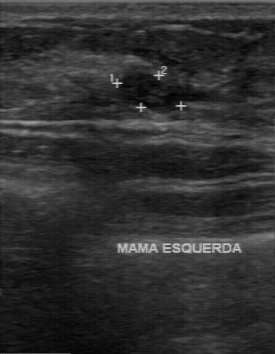
Scanner: GE Logiq 7 @10-14MHz. Breast ultrasound scan.
The finding was assessed as BI-RADS 4 by the original reader. Findings on the second read (an independent reader): a hypoechoic finding, margin regular, boundary clear. Pathology confirmed benign sclerosing adenosis.